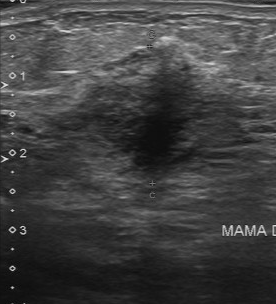
Breast ultrasound.
BI-RADS 5 in the original read. Findings on the second read (an independent reader): a heterogeneous lesion, margin irregular, boundary unclear. Biopsy showed invasive ductal carcinoma, a malignant finding.